Imaging: breast ultrasound image.
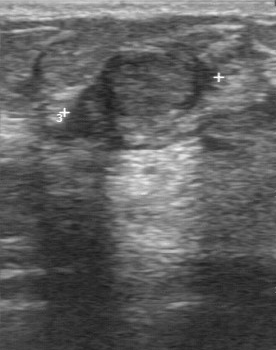
The original reader assigned BI-RADS 3. Findings on the second read (an independent reader): a slightly hypoechoic finding, margin partially regular, boundary fairly clear. Calcifications: none. The biopsy result was fibroadenoma; the finding is benign.